Imaging: breast US.
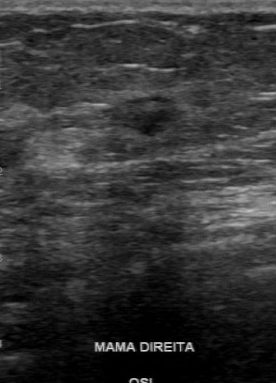
The original BI-RADS is 4. BI-RADS on independent re-read: 3.